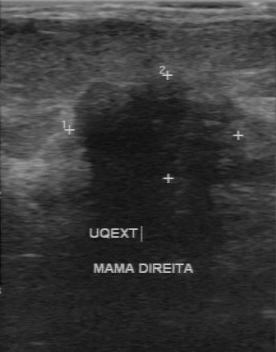
Imaging: breast ultrasound scan. Scanner: GE Logiq 7 @10-14MHz.
The finding was categorized BI-RADS 4 in the original read. On a second, independent read, a finding with an irregular margin and an unclear boundary is seen; it is hypoechoic. The biopsy result was invasive ductal carcinoma; the finding is malignant.